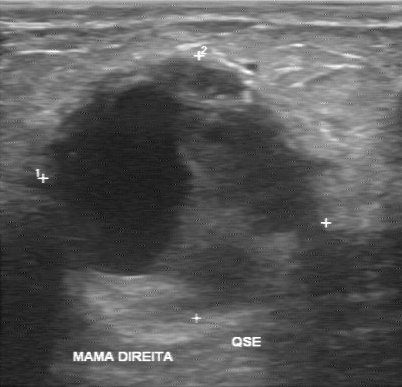
Modality: breast US.
FINDINGS: Breast US. Margin: irregular. Echogenicity: mixed cystic and solid. Lesion boundary: unclear. Calcifications: absent. Biopsy or follow-up result: malignant.